Scanner: GE Logiq 7 @10-14MHz. Imaging: breast ultrasound image.
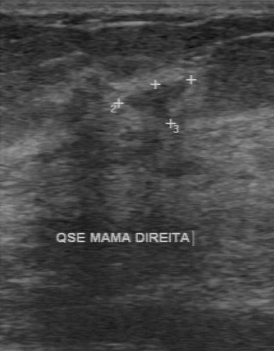
The mass demonstrates somewhat unclear lesion boundary, partially regular margin, slightly hypoechoic echo pattern, calcifications: none.